Breast sonogram.
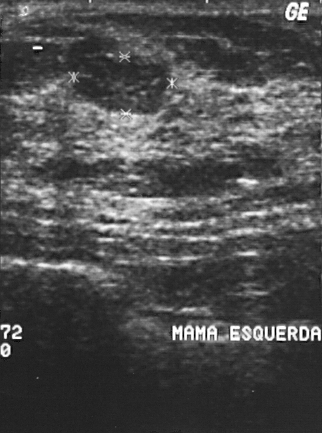
A finding is present on this breast sonogram. Assessment: BI-RADS 2. Histopathology: fibroadenoma (benign).